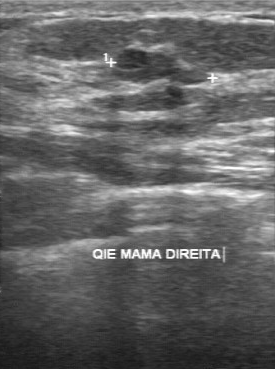
Imaging: breast ultrasound scan.
The original reader assigned BI-RADS 3. A second reader, independent of the original assessment, describes a slightly hypoechoic lesion with a partially regular margin; the boundary is fairly clear. Biopsy showed fibroadenoma, a benign finding.